Imaging: B-mode breast ultrasound.
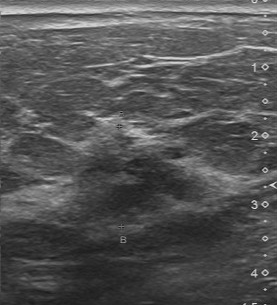
Outcome on biopsy or follow-up: malignant. Internal echoes: slightly hypoechoic. Margin: partially regular. Calcifications: none. Lesion boundary: somewhat unclear.